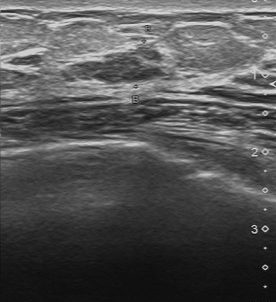
Scanner: Toshiba Aplio 300 @12-14 MHz. Modality: B-mode breast ultrasound.
This B-mode breast ultrasound shows a lesion with BI-RADS category: 3, confirmed outcome (biopsy or follow-up): benign.